Imaging: breast sonogram.
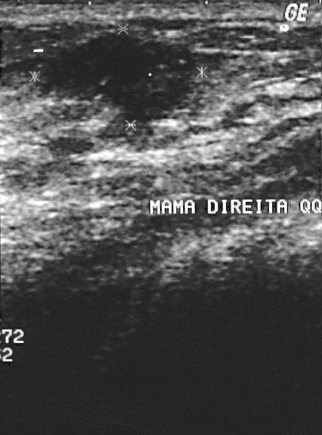
A finding is present on this breast sonogram. BI-RADS category 3. The biopsy result was invasive ductal carcinoma; the finding is malignant.